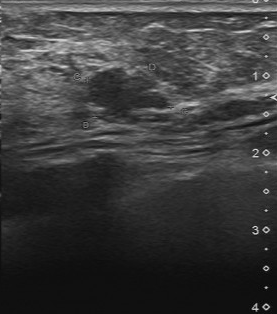
Acquired on Toshiba Aplio 300 @12-14 MHz. Imaging: breast ultrasound image.
Echogenicity: hypoechoic. There are no calcifications. Biopsy result is intraductal papilloma. Confirmed outcome (biopsy or follow-up) is benign. Contour: partially regular. Boundary is somewhat unclear.